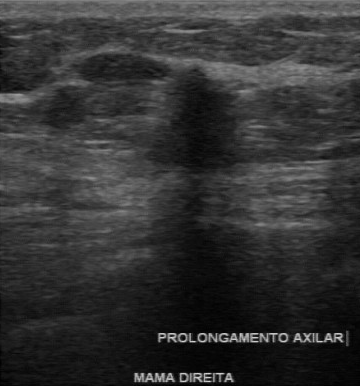
Imaging: breast US.
Original-read BI-RADS category: 4. A second, independent read describes the breast lesion as follows. Its boundary is unclear. Calcifications: none. Internally the breast lesion is hypoechoic. The breast lesion has an irregular margin. The biopsy result was invasive ductal carcinoma; the breast lesion is malignant.